Breast US.
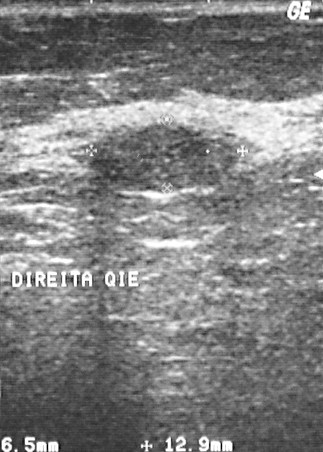
Lesion region of interest: 89 122 237 192. The breast lesion is benign on biopsy or follow-up.